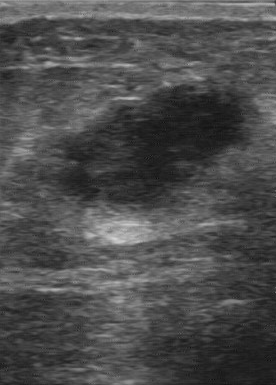
Imaging: breast ultrasound.
Lesion margin is regular. There are no calcifications. The internal echoes are hypoechoic. Outcome on biopsy or follow-up: malignant. Lesion boundary: somewhat unclear.